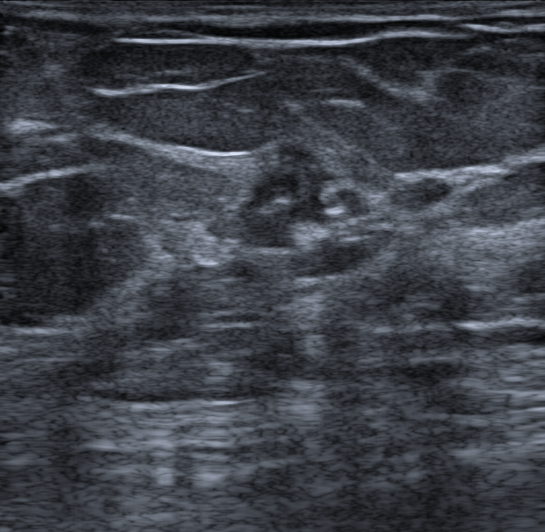
Modality: breast sonogram.
Coordinates are pixels in the 545x532 image. Lesion bounding box: (232, 133) to (347, 255). BI-RADS 4B.